Imaging: breast sonogram.
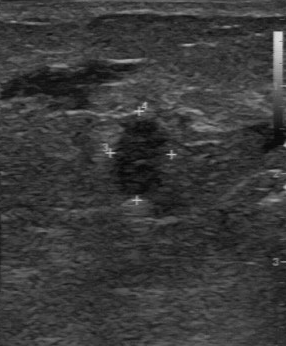
Finding: mass, malignant on biopsy or follow-up.